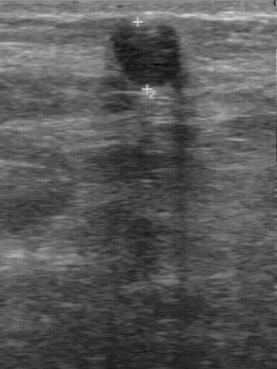
Modality: breast ultrasound image.
FINDINGS: Calcifications: absent. Margin: regular. Echo pattern: hypoechoic. Boundary: fairly clear.
OUTCOME ON BIOPSY OR FOLLOW-UP: benign.